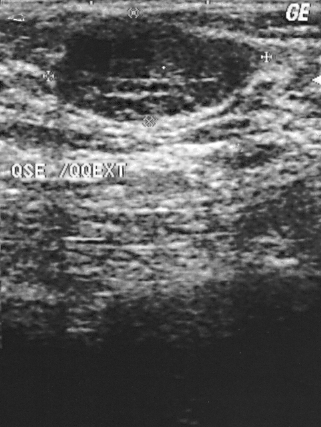
Breast US.
The breast lesion is benign on biopsy or follow-up.